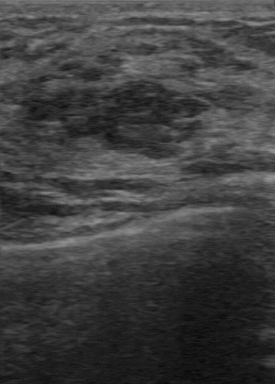
Breast US.
This breast US shows a mass, benign on biopsy or follow-up. BI-RADS 4.